Breast US.
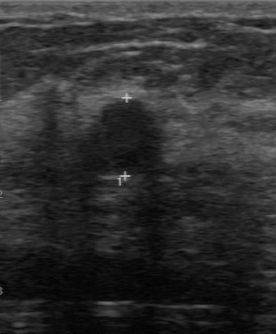
This breast US shows a breast lesion, benign on biopsy or follow-up. (BI-RADS category 4.)